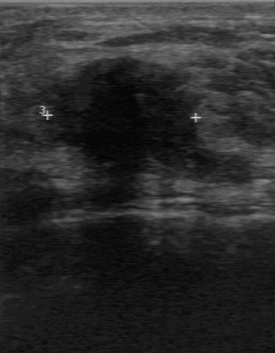
Breast ultrasound image.
BI-RADS 4 in the original read. The following findings are from a second reader, independent of the original assessment. The margin is irregular. Boundary: unclear. Internally the finding is hypoechoic. There are no calcifications. Biopsy showed invasive lobular carcinoma, a malignant finding.